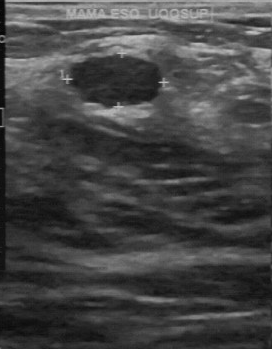
Scanner: GE Logiq 7 @10-14MHz. Breast ultrasound image.
Original-read BI-RADS category: 2. The following findings are from a second reader, independent of the original assessment. The breast lesion has a partially regular margin. The lesion boundary is fairly clear. The breast lesion is hypoechoic. Calcifications: none. Histopathology: cyst (benign).